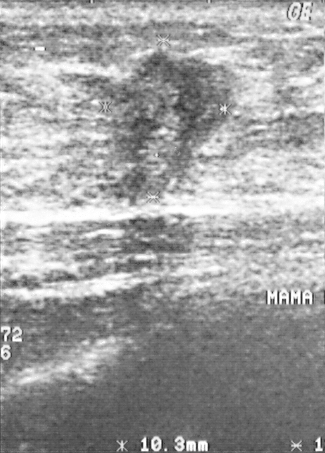
Imaging: breast ultrasound.
Lesion: malignant on biopsy or follow-up.